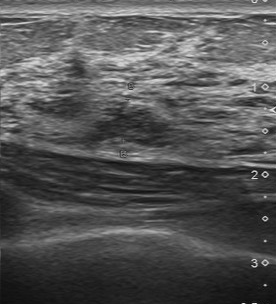
Modality: B-mode breast ultrasound.
Coordinates are pixels in the 276x304 image. Lesion region of interest: top-left (84, 100), bottom-right (179, 146).